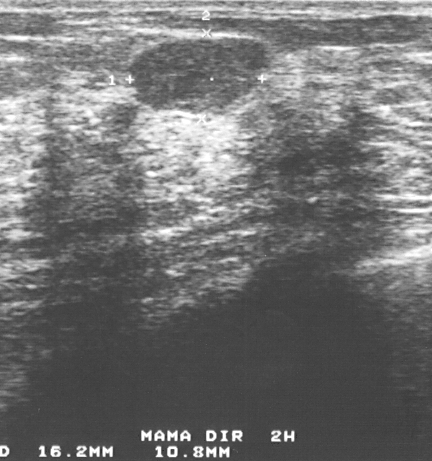
Imaging: breast ultrasound.
BI-RADS assessment: 3. The biopsy result was fibroadenoma. This finding proved benign on biopsy or follow-up.